Imaging: breast ultrasound image.
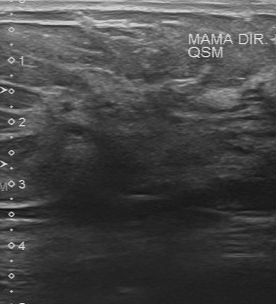
(coordinates in a 276x304 pixel frame) Breast lesion bounding box: top-left (25, 14), bottom-right (258, 209). BI-RADS 5.